Breast ultrasound.
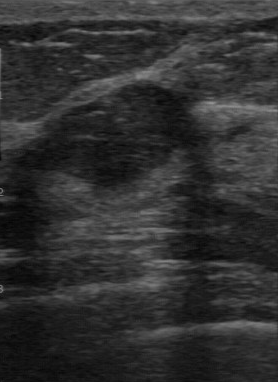
Outcome on biopsy or follow-up is benign. Margin: regular. Calcifications are absent. BI-RADS (first reader): 3. The lesion boundary is clear. Independent BI-RADS assessment: 3.